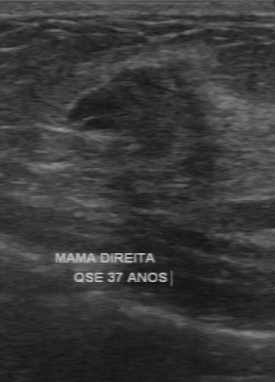
Breast sonogram.
Original-read BI-RADS category: 3. A second reader, independent of the original assessment, describes a slightly hypoechoic mass with a partially regular margin; the boundary is somewhat unclear. The biopsy result was fibrocystic changes; the mass is benign.